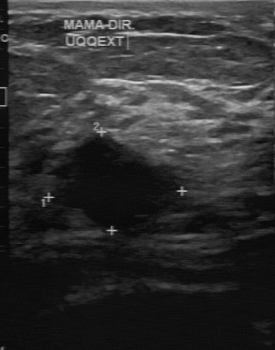
Imaging: breast sonogram.
Histopathology: invasive ductal carcinoma. BI-RADS category: 5. Outcome on biopsy or follow-up: malignant.
OUTCOME ON BIOPSY OR FOLLOW-UP: malignant.